Imaging: breast ultrasound. Acquired on GE Logiq 7 @10-14MHz.
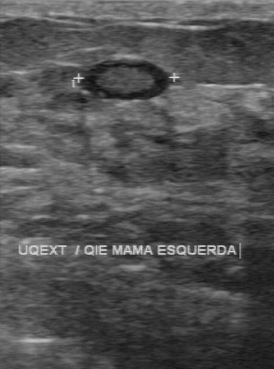
The original reader assigned BI-RADS 2. Findings on the second read (an independent reader): a heterogeneous breast lesion, margin regular, boundary clear. The biopsy result was fibroadenoma; the breast lesion is benign.